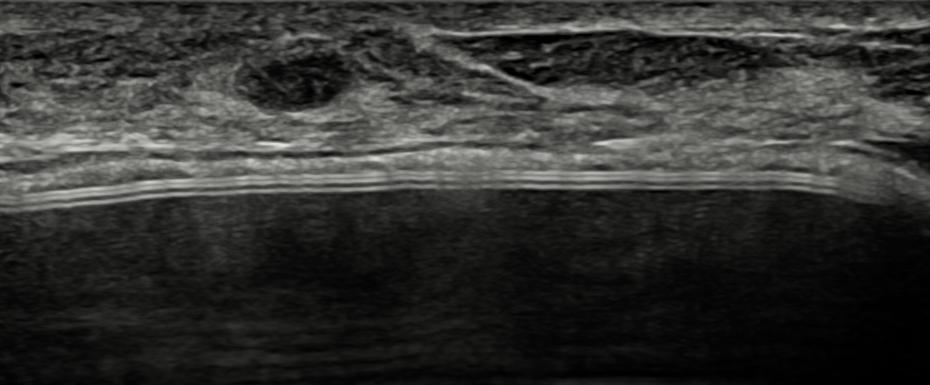
Imaging: breast US. Background echotexture is heterogeneous: predominantly fibroglandular.
The finding occupies approximately x1=231, y1=32, x2=357, y2=116.